Breast US. Scanner: GE Logiq 7 @10-14MHz.
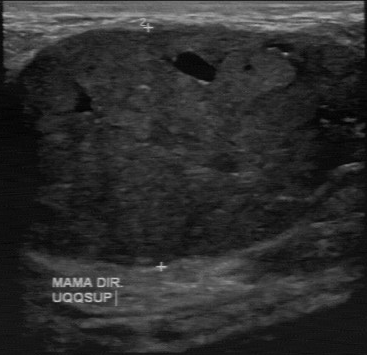
Pixel coordinates (x1, y1, x2, y2): Lesion region of interest: [4, 22, 366, 266]. The mass is benign on biopsy or follow-up. BI-RADS 4.